Breast ultrasound.
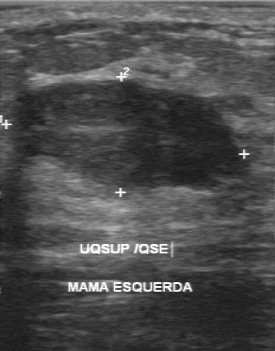
Biopsy result: fibroadenoma. Biopsy or follow-up result is benign. Second-reader BI-RADS: 3. Internal echoes are hypoechoic.